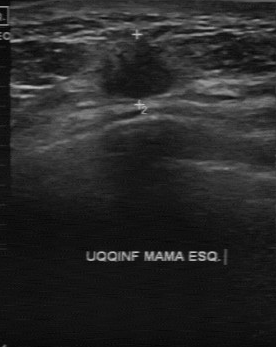
Modality: breast sonogram.
BI-RADS 4 in the original read. A second reader, independent of the original assessment, describes a hypoechoic breast lesion with an irregular margin; the boundary is unclear. Calcifications: none. The biopsy result was invasive lobular carcinoma; the breast lesion is malignant.